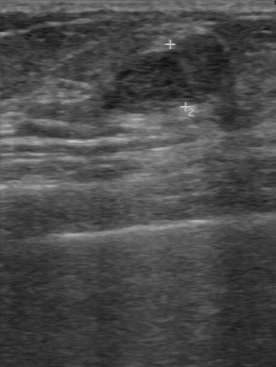
Modality: breast ultrasound scan.
The lesion boundary is clear. Margin: regular. No calcifications are seen. Confirmed outcome (biopsy or follow-up) is benign. Internal echoes are hypoechoic.